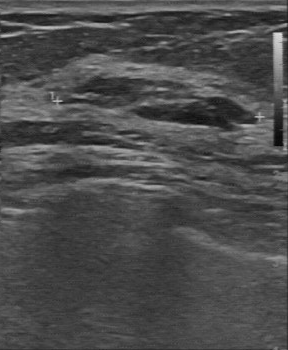
Modality: B-mode breast ultrasound.
(coordinates in a 288x350 pixel frame) Segment the lesion: bounding box (69,77)-(256,128). BI-RADS 2.